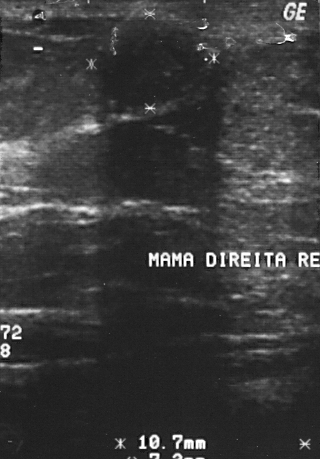
Modality: breast ultrasound.
Biopsy or follow-up result: benign. (BI-RADS category 3.)